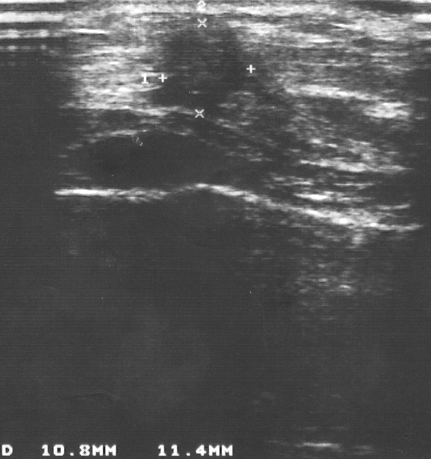
Modality: breast US.
BI-RADS: 4. Biopsy result: invasive ductal carcinoma.
OUTCOME ON BIOPSY OR FOLLOW-UP: malignant.